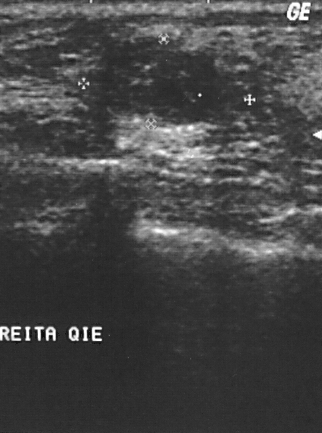
Imaging: breast ultrasound image.
Biopsy showed fibroadenoma, a benign finding. BI-RADS assessment: 2.